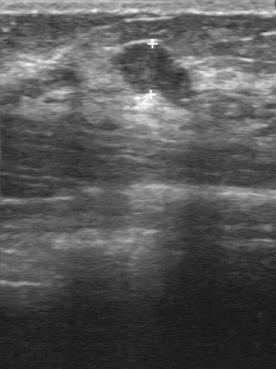
Breast US.
FINDINGS: Contour: partially regular. Calcifications: none. Boundary: fairly clear. Internal echoes: slightly hypoechoic.
OUTCOME ON BIOPSY OR FOLLOW-UP: benign.